Modality: breast ultrasound scan.
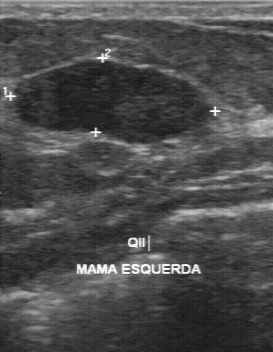
A finding is seen with calcifications: none, clear boundary, regular contour, hypoechoic echo pattern.